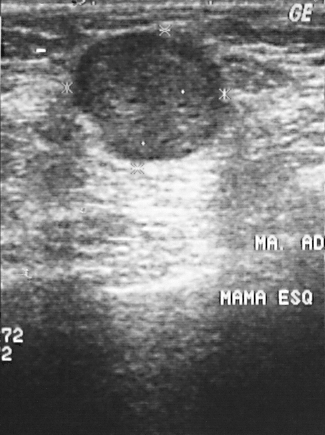
Breast US.
Coordinates are pixels in the 325x435 image. Lesion region of interest: (75, 33) to (223, 160). The lesion is malignant on biopsy or follow-up.